Breast sonogram.
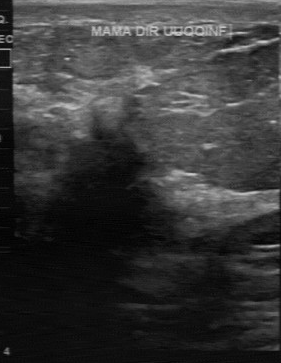
FINDINGS: Echo pattern: hypoechoic. Lesion boundary: unclear. Calcifications: absent. Lesion margin: irregular.